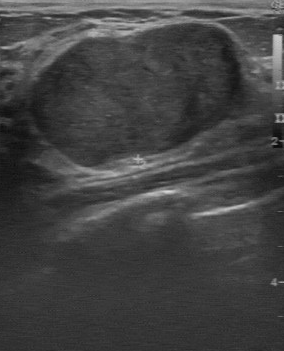
Breast ultrasound. Scanner: GE Logiq 7 @10-14MHz.
Finding: lesion, benign on biopsy or follow-up.